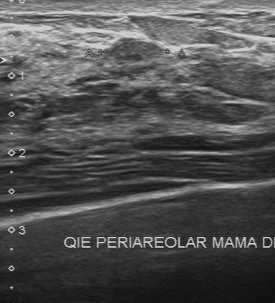
Imaging: breast sonogram.
- BI-RADS assessment: 3
- pathology: fibroadenoma